Acquired on GE Logiq 7 @10-14MHz. Imaging: B-mode breast ultrasound.
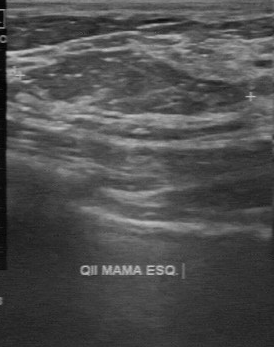
Outcome on biopsy or follow-up: benign. (BI-RADS category 2.)